Imaging: breast ultrasound image.
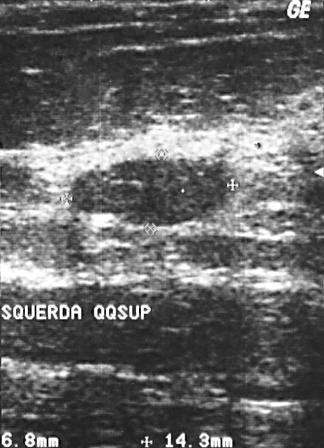
The finding is assessed as BI-RADS 2. Outcome on biopsy or follow-up: benign. Histopathology: fibroadenoma.